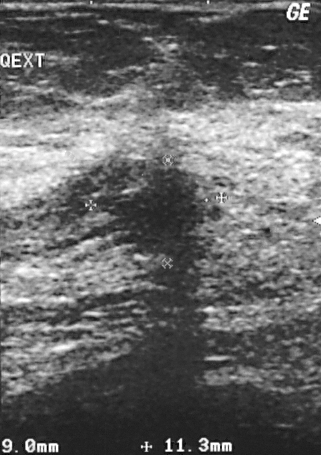
Breast ultrasound image. Acquired on GE Logiq 5 @10-12MHz.
A mass is present on this breast ultrasound image. BI-RADS category 5. The biopsy result was invasive ductal carcinoma; the mass is malignant.